Breast ultrasound image.
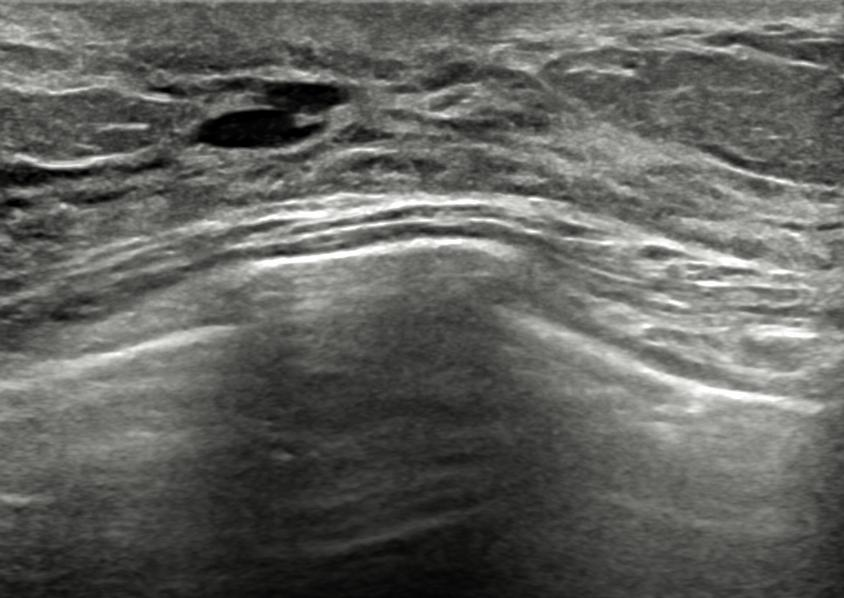
The finding has a circumscribed margin. There are no posterior acoustic features. No skin thickening is seen. There are no calcifications. Echogenic halo: absent. Shape: oval. Its echo pattern is anechoic. Outcome on biopsy or follow-up: benign. Radiologic interpretation: Mammary duct ectasia. Assigned BI-RADS 2. Verification: follow-up care.